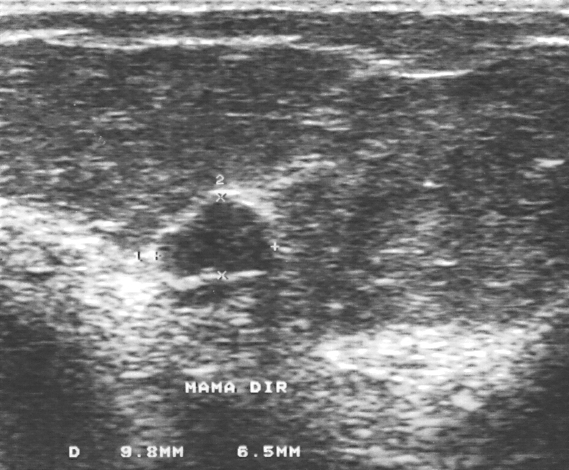
Breast US.
Lesion characteristics:
- BI-RADS: 3